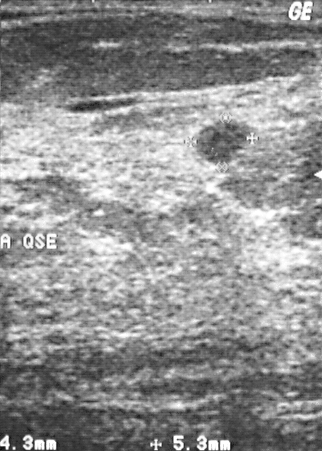
Imaging: breast ultrasound.
This breast ultrasound shows a breast lesion. BI-RADS category 2. The biopsy result was fibrocystic changes; the breast lesion is benign.